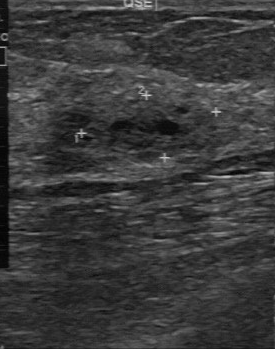
Modality: breast sonogram.
The lesion was categorized BI-RADS 4 in the original read.
Descriptors from an independent second read (not the reader who assigned the category):
The lesion has an irregular margin.
Boundary: unclear.
Echo pattern: heterogeneous.
Calcifications: none.
The biopsy result was fibroadenoma; the lesion is benign.